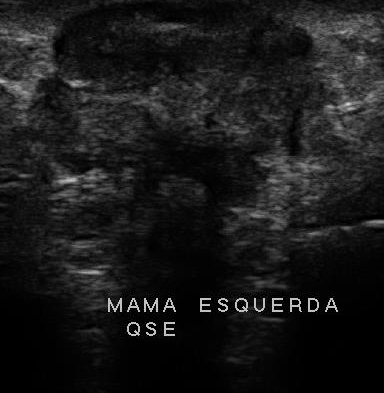
Modality: breast sonogram.
Mass: malignant on biopsy or follow-up.